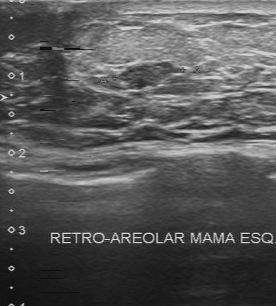
Breast US.
Breast US findings:
- echo pattern: slightly hypoechoic
- boundary: fairly clear
- margin: partially regular
- calcifications: none